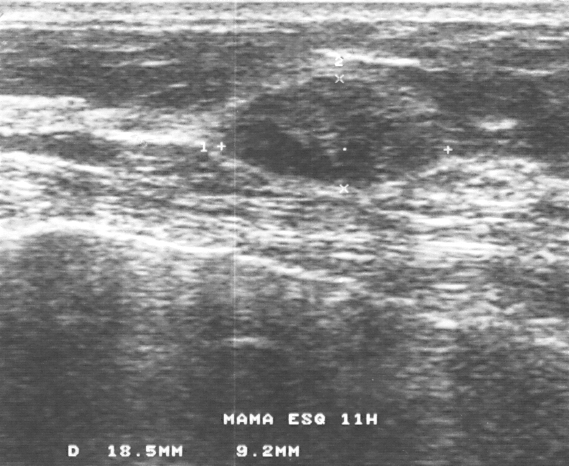
Modality: B-mode breast ultrasound.
Finding: lesion, benign on biopsy or follow-up. (BI-RADS category 3.)